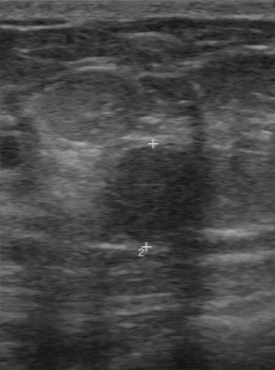
Modality: B-mode breast ultrasound.
Outcome on biopsy or follow-up: benign. (BI-RADS category 3.)